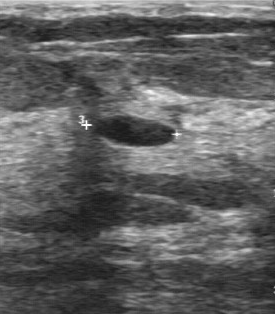
Breast sonogram.
Original-read BI-RADS category: 2. A second, independent read describes the lesion as follows. Margin: regular. Its boundary is clear. The lesion is hypoechoic. Calcifications: none. The biopsy result was cyst; the lesion is benign.